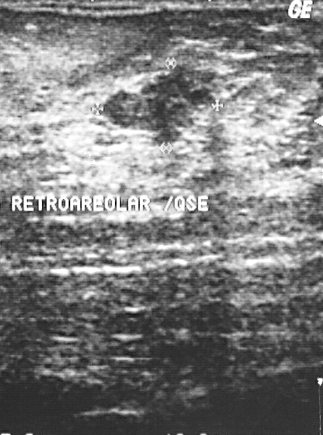
Breast ultrasound scan.
This breast ultrasound scan shows a breast lesion. Assessment: BI-RADS 4. Pathology confirmed benign fibrocystic changes.